Breast ultrasound.
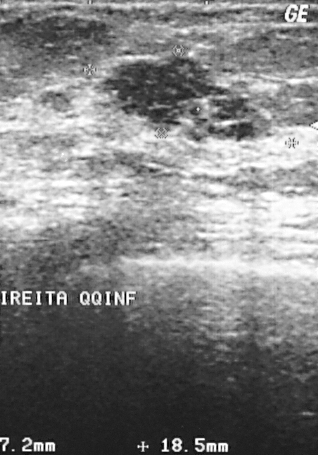
Coordinates are pixels in the 318x455 image. The breast lesion is located within the bounding box [104, 56, 256, 139]. The breast lesion is malignant on biopsy or follow-up.